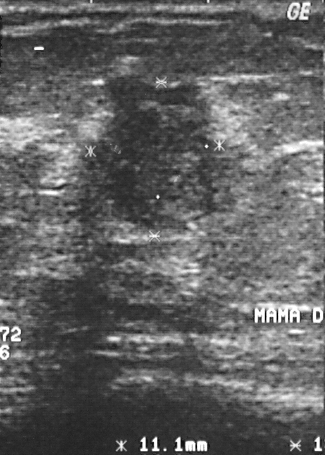
Modality: B-mode breast ultrasound.
Outcome on biopsy or follow-up: malignant.